Modality: breast ultrasound image.
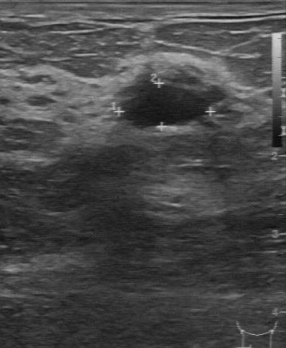
Lesion characteristics:
- confirmed outcome (biopsy or follow-up): benign
- BI-RADS category: 2